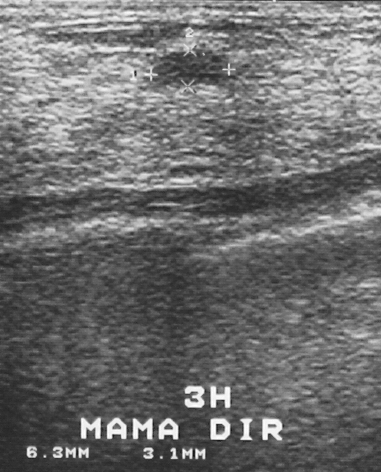
Modality: breast ultrasound.
Histopathology: fibroadenoma. Assigned BI-RADS 2. The breast lesion is benign on biopsy or follow-up.